Modality: B-mode breast ultrasound.
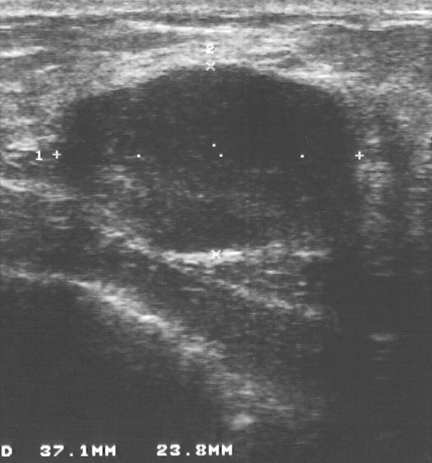
This B-mode breast ultrasound shows a lesion. BI-RADS category 3. Biopsy showed fibroadenoma, a benign finding.